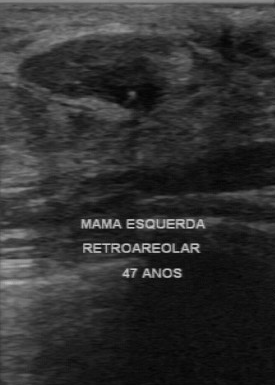
Modality: breast ultrasound.
Mass: benign on biopsy or follow-up.